Imaging: breast US.
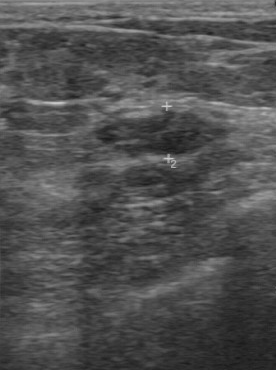
The lesion is benign on biopsy or follow-up. (BI-RADS category 4.)